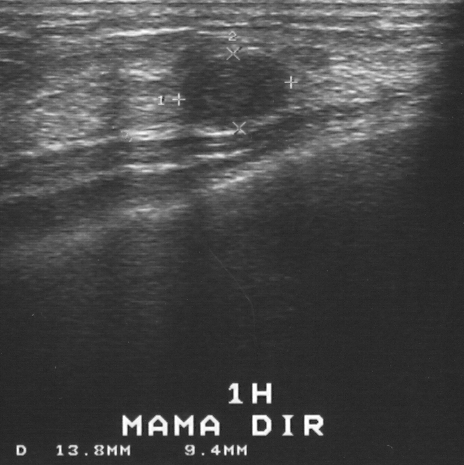
Breast US. Scanner: GE Logiq 5 @10-12MHz.
Outcome on biopsy or follow-up: benign.